Modality: breast US.
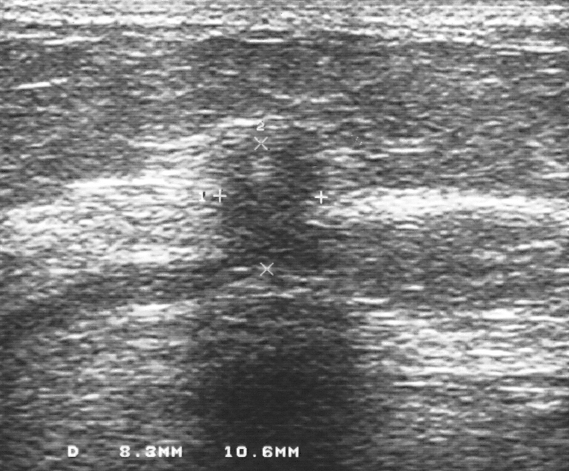
Biopsy or follow-up result: malignant. BI-RADS: 4.